Breast US.
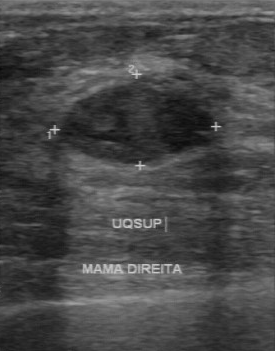
The lesion was assessed as BI-RADS 3 by the original reader. On a second, independent read, a lesion with a regular margin and a clear boundary is seen; it is hypoechoic. No calcifications are seen. Histopathology: fibroadenoma (benign).